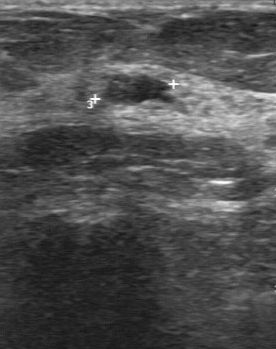
Breast sonogram. Acquired on GE Logiq 7 @10-14MHz.
This breast sonogram shows a finding with original BI-RADS: 3, biopsy result: fibrocystic changes, calcifications: none, regular lesion margin, BI-RADS on independent re-read: 3, slightly hypoechoic echo pattern, biopsy or follow-up result: benign.